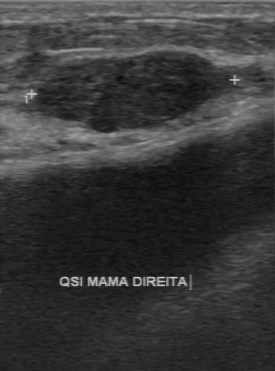
Acquired on GE Logiq 7 @10-14MHz. Modality: breast ultrasound scan.
The biopsy result is fibroadenoma. There are no calcifications. Echo pattern is hypoechoic. Contour is regular. Boundary is clear.